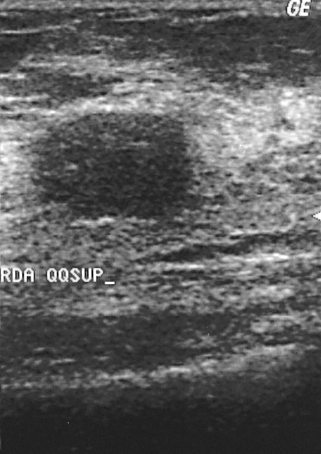
Modality: B-mode breast ultrasound.
Confirmed outcome (biopsy or follow-up) is benign. The BI-RADS assessment is 2. Pathology is fibroadenoma.